Scanner: Toshiba Aplio 300 @12-14 MHz. Imaging: B-mode breast ultrasound.
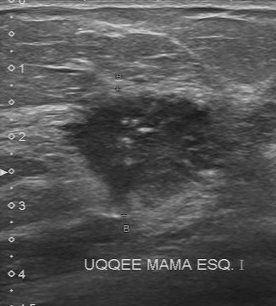
BI-RADS on independent re-read: 4C. The boundary is unclear. Calcifications: multiple calcifications. Margin is irregular.